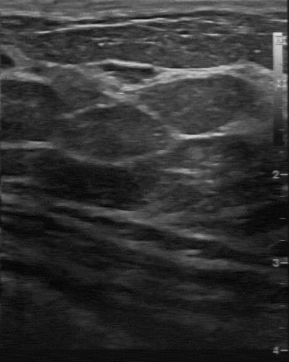
Imaging: B-mode breast ultrasound. Scanner: GE Logiq 7 @10-14MHz.
This B-mode breast ultrasound shows a lesion, benign on biopsy or follow-up. (BI-RADS category 4.)